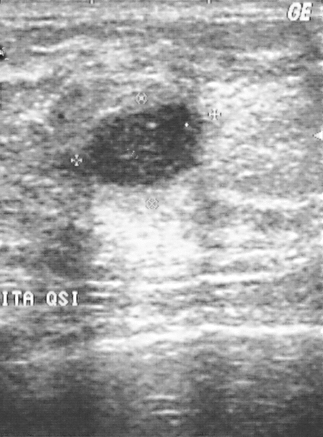
Imaging: breast sonogram.
The finding is benign on biopsy or follow-up.